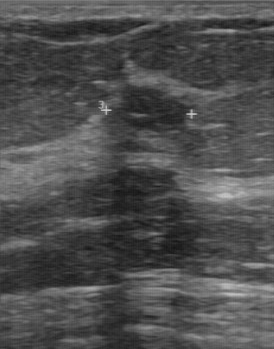
Modality: breast ultrasound.
Lesion characteristics:
- echo pattern: hypoechoic
- BI-RADS (second read): 3
- confirmed outcome (biopsy or follow-up): benign